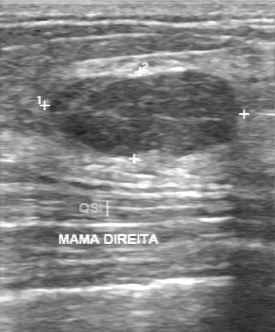
Scanner: GE Logiq 7 @10-14MHz. Imaging: B-mode breast ultrasound.
The mass was categorized BI-RADS 3 in the original read. Findings on the second read (an independent reader): a heterogeneous mass, margin regular, boundary clear. Histopathology: fibroadenoma (benign).